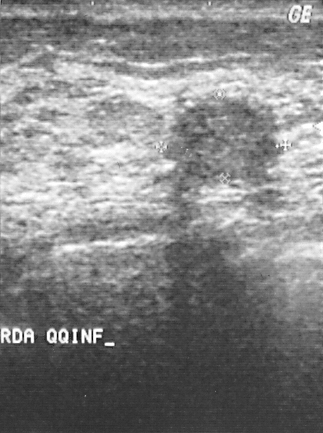
Imaging: breast ultrasound. Scanner: GE Logiq 5 @10-12MHz.
The breast lesion is assessed as BI-RADS 3. Histopathology: fibroadenoma (benign). The breast lesion is benign on biopsy or follow-up.